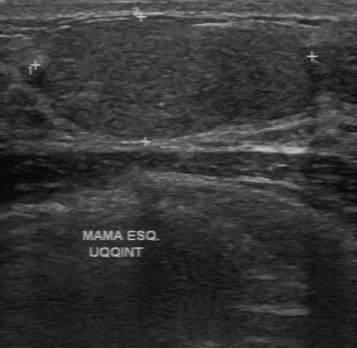
Imaging: breast ultrasound.
Original-read BI-RADS category: 3. A second, independent read describes the finding as follows. Boundary: clear. Echo pattern: slightly hypoechoic. No calcifications are seen. The margin is regular. Histopathology: fibroadenoma (benign).